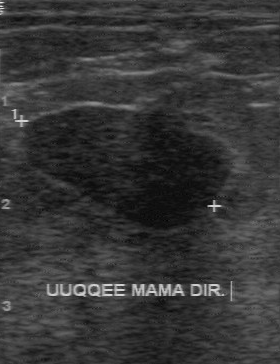
Imaging: breast ultrasound scan.
FINDINGS: BI-RADS assessment: 2. Outcome on biopsy or follow-up: benign.
OUTCOME ON BIOPSY OR FOLLOW-UP: benign.